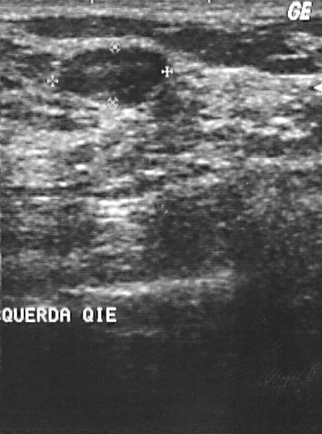
Breast ultrasound scan.
This breast ultrasound scan shows a lesion with pathology: fibroadenoma, outcome on biopsy or follow-up: benign, BI-RADS: 2.